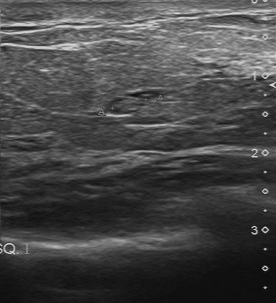
B-mode breast ultrasound.
Biopsy or follow-up result: benign.